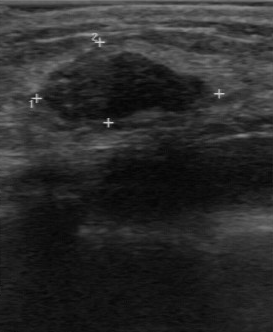
Modality: breast sonogram.
The mass was assessed as BI-RADS 3 by the original reader. Findings on the second read (an independent reader): a hypoechoic mass, margin regular, boundary clear. Calcifications: none. The biopsy result was fibroadenoma; the mass is benign.